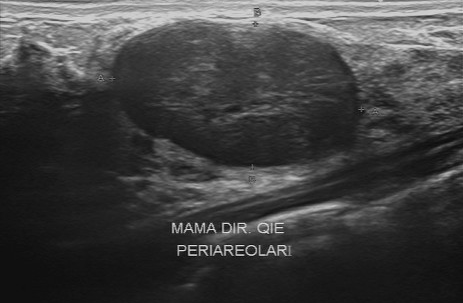
Breast ultrasound scan.
Second-reader BI-RADS: 4A.
OUTCOME ON BIOPSY OR FOLLOW-UP: benign.